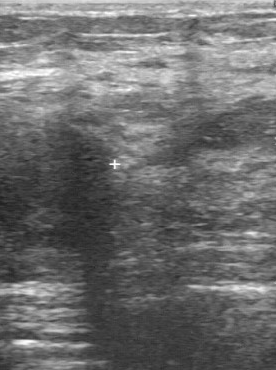
Imaging: B-mode breast ultrasound.
The original reader assigned BI-RADS 5. On a second, independent read, a breast lesion with an irregular margin and an unclear boundary is seen; it is slightly hypoechoic. The biopsy result was invasive ductal carcinoma; the breast lesion is malignant.